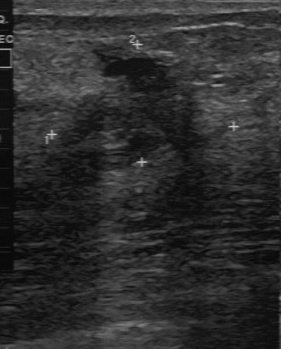
Modality: breast ultrasound scan.
A finding is seen with BI-RADS: 4.